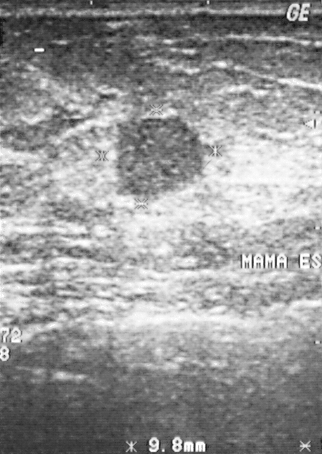
Modality: breast ultrasound image.
BI-RADS category 3. The finding is malignant on biopsy or follow-up. Biopsy showed papillary carcinoma.